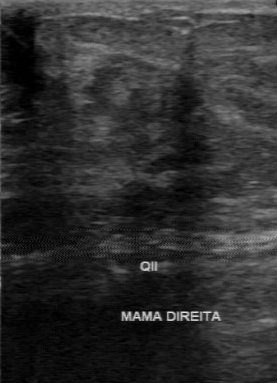
Modality: breast ultrasound. Scanner: GE Logiq 7 @10-14MHz.
Breast ultrasound findings:
- calcifications: none
- echogenicity: heterogeneous
- lesion boundary: unclear
- margin: irregular